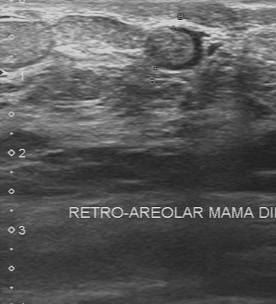
Modality: breast sonogram. Scanner: Toshiba Aplio 300 @12-14 MHz.
BI-RADS 3 in the original read. Findings on the second read (an independent reader): an isoechoic finding, margin regular, boundary clear. Calcifications: none. Pathology confirmed benign hyperplasia.